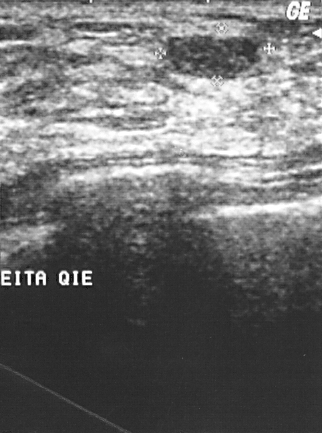
Scanner: GE Logiq 5 @10-12MHz. Imaging: breast ultrasound.
Biopsy showed fibroadenoma. BI-RADS assessment: 2. Outcome on biopsy or follow-up: benign.